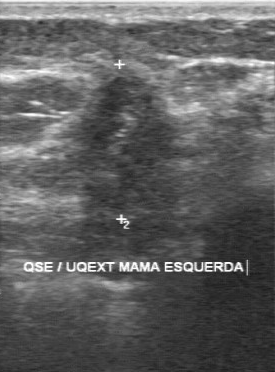
Acquired on GE Logiq 7 @10-14MHz. Modality: breast US.
Breast US findings:
- calcifications: suspected
- lesion margin: irregular
- echogenicity: slightly hypoechoic
- confirmed outcome (biopsy or follow-up): malignant
- lesion boundary: unclear